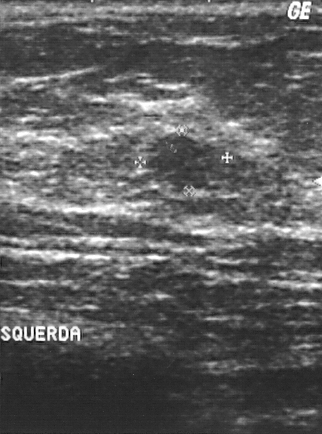
Breast ultrasound image.
A mass is present on this breast ultrasound image. BI-RADS category 3. Pathology confirmed benign fibroadenoma.